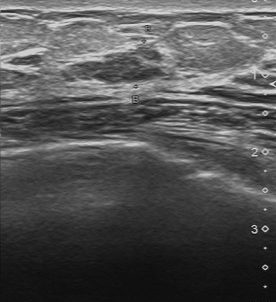
B-mode breast ultrasound. Scanner: Toshiba Aplio 300 @12-14 MHz.
Lesion characteristics:
- outcome on biopsy or follow-up: benign
- independent BI-RADS assessment: 3
- BI-RADS (first reader): 3